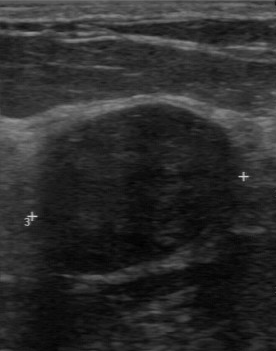
Scanner: GE Logiq 7 @10-14MHz. Imaging: breast US.
Lesion margin is regular. The boundary is clear. Echogenicity is hypoechoic. Confirmed outcome (biopsy or follow-up) is benign. No calcifications are seen.